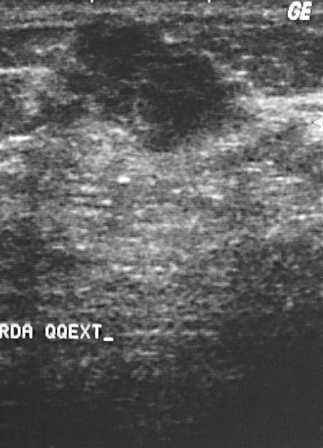
Modality: breast ultrasound.
Biopsy showed invasive ductal carcinoma, a malignant finding. BI-RADS category 4.